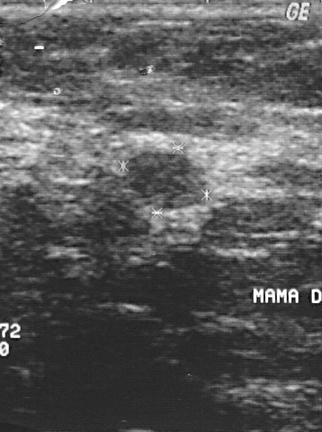
Breast ultrasound image.
Biopsy or follow-up result: benign. (BI-RADS category 2.)